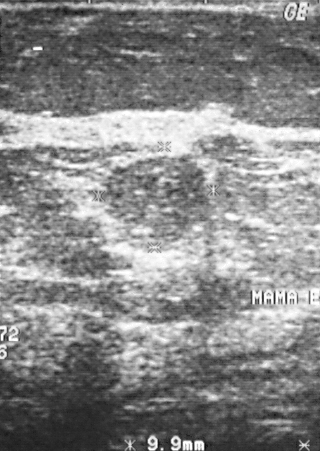
Breast ultrasound image.
This breast ultrasound image shows a lesion. It was assessed as BI-RADS 2. The biopsy result was fibroadenoma; the lesion is benign.